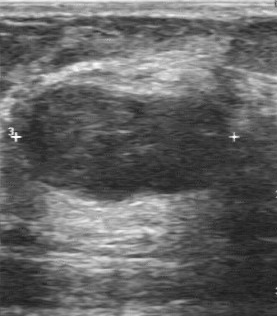
Imaging: breast ultrasound.
The original reader assigned BI-RADS 3. Descriptors from an independent second read (not the reader who assigned the category): There are no calcifications. Echo pattern: hypoechoic. The lesion boundary is clear. The mass has a regular margin. Histopathology: fibroadenoma (benign).